Scanner: GE Logiq 5 @10-12MHz. Breast US.
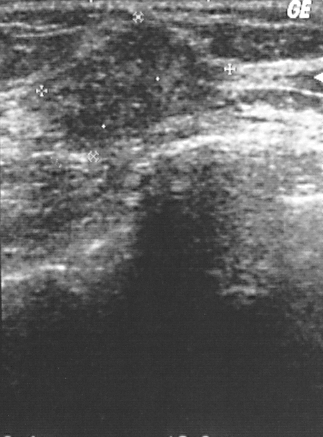
Outcome on biopsy or follow-up: malignant. BI-RADS assessment: 4. Biopsy showed invasive ductal carcinoma.